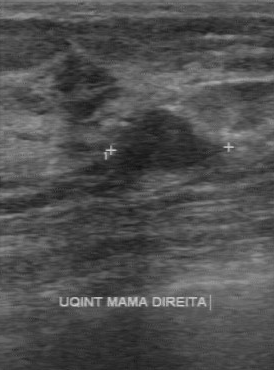
Acquired on GE Logiq 7 @10-14MHz. Breast sonogram.
Second-reader BI-RADS: 4A.
OUTCOME ON BIOPSY OR FOLLOW-UP: benign.